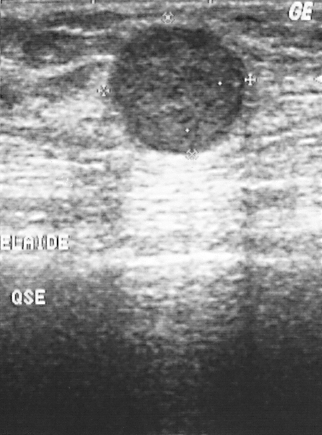
Modality: breast ultrasound image. Scanner: GE Logiq 5 @10-12MHz.
Pixel coordinates (x1, y1, x2, y2): Segment the finding: bounding box [109, 25, 248, 152]. The finding is malignant on biopsy or follow-up.